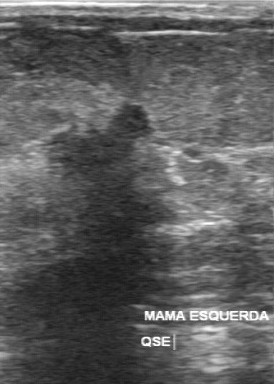
Modality: B-mode breast ultrasound.
(coordinates in a 274x384 pixel frame) Lesion region of interest: x1=37, y1=86, x2=179, y2=231.